Modality: breast ultrasound.
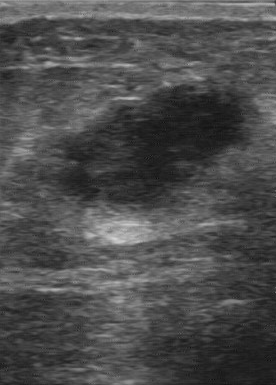
Pixel coordinates (x1, y1, x2, y2): The mass is located within the bounding box top-left (45, 85), bottom-right (254, 209). The mass is malignant on biopsy or follow-up. BI-RADS 5.